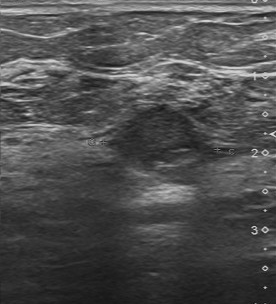
Imaging: breast ultrasound scan. Scanner: Toshiba Aplio 300 @12-14 MHz.
The mass is benign on biopsy or follow-up.